Breast ultrasound.
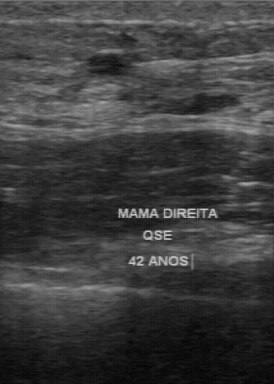
Original-read BI-RADS category: 3. Descriptors from an independent second read (not the reader who assigned the category): Calcifications: none. Boundary: clear. Echo pattern: hypoechoic. The finding has a regular margin. Histopathology: ductal hyperplasia (benign).